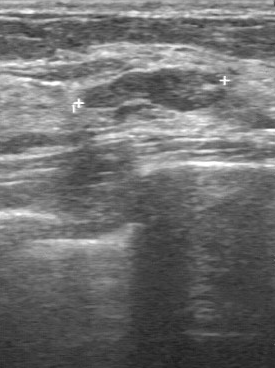
Imaging: breast US.
Original-read BI-RADS category: 3. A second reader, independent of the original assessment, describes a slightly hypoechoic lesion with a partially regular margin; the boundary is clear. There are coarse calcifications. Biopsy showed fibroadenoma, a benign finding.